Modality: breast ultrasound scan.
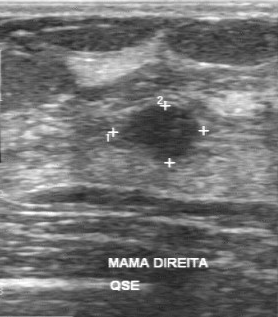
FINDINGS: Margin: regular. Internal echoes: hypoechoic. Calcifications: absent. Lesion boundary: clear.